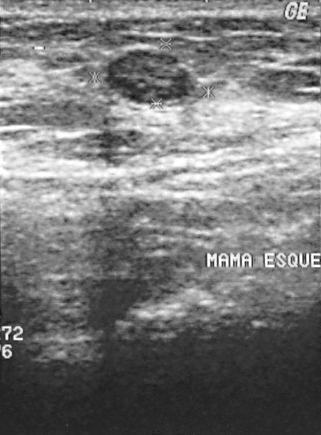
Imaging: B-mode breast ultrasound.
Coordinates are pixels in the 321x435 image. The mass is located within the bounding box x1=106, y1=49, x2=190, y2=104. The mass is benign on biopsy or follow-up. BI-RADS 2.